Modality: breast ultrasound scan. Scanner: GE Logiq 5 @10-12MHz.
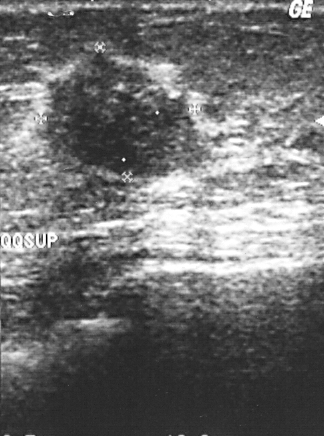
FINDINGS: Histopathology: invasive ductal carcinoma. BI-RADS: 4.
OUTCOME ON BIOPSY OR FOLLOW-UP: malignant.